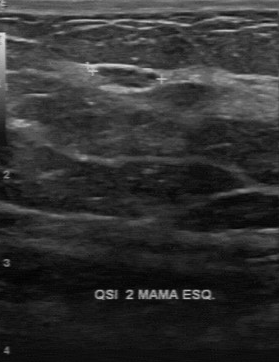
Acquired on GE Logiq 7 @10-14MHz. Modality: breast US.
The lesion is benign on biopsy or follow-up.